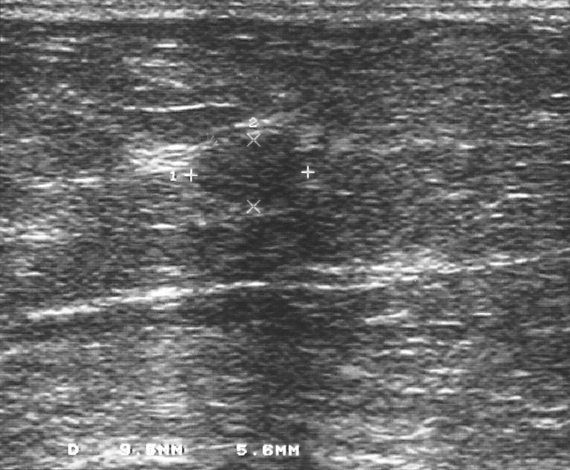
Imaging: breast ultrasound scan.
This breast ultrasound scan shows a lesion. It was assessed as BI-RADS 3. Histopathology: fibroadenoma (benign).